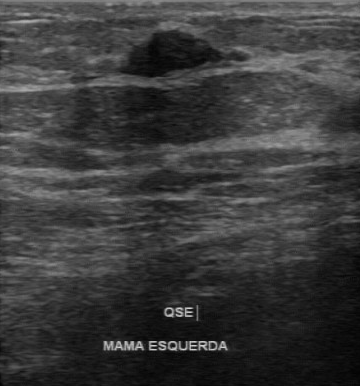
Imaging: breast ultrasound.
Breast ultrasound findings:
- echogenicity: hypoechoic
- margin: regular
- lesion boundary: clear
- confirmed outcome (biopsy or follow-up): benign
- calcifications: absent